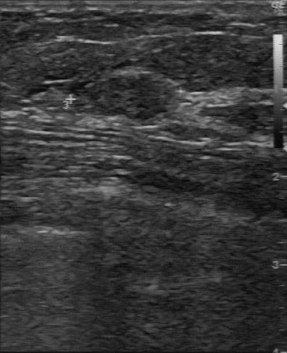
Imaging: breast ultrasound.
(coordinates in a 287x353 pixel frame) Mass bounding box: [80, 75, 181, 123]. BI-RADS 3.